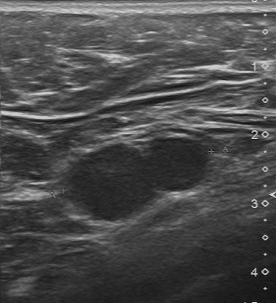
Breast ultrasound image.
Original-read BI-RADS category: 4. A second reader, independent of the original assessment, describes a hypoechoic mass with a partially regular margin; the boundary is clear. Calcifications: none. The biopsy result was invasive ductal carcinoma; the mass is malignant.